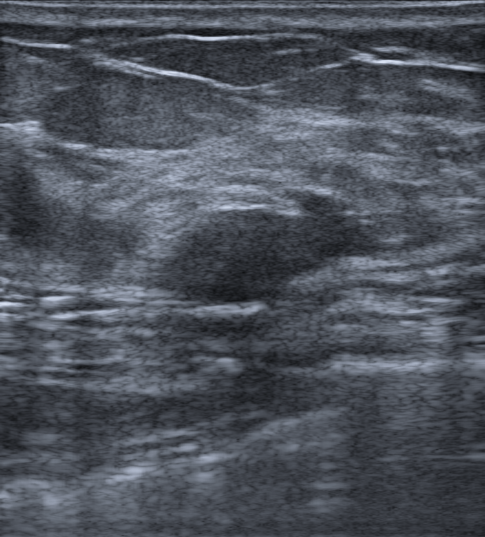
Background echotexture is heterogeneous: predominantly fat. 52-year-old patient. Breast ultrasound image.
(coordinates in a 485x537 pixel frame) Segment the lesion: bounding box 143 212 349 303. The lesion is benign on biopsy or follow-up.